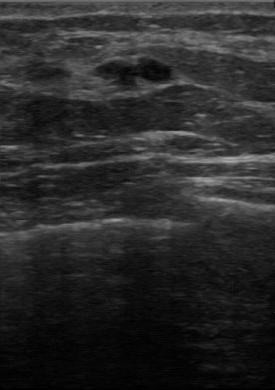
Imaging: breast ultrasound.
Confirmed outcome (biopsy or follow-up) is benign. No calcifications are seen. Contour is partially regular. Second-reader BI-RADS is 3.